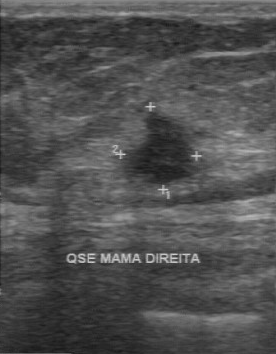
Imaging: breast sonogram. Scanner: GE Logiq 7 @10-14MHz.
Histopathology: invasive ductal carcinoma. The BI-RADS is 4. Outcome on biopsy or follow-up: malignant.